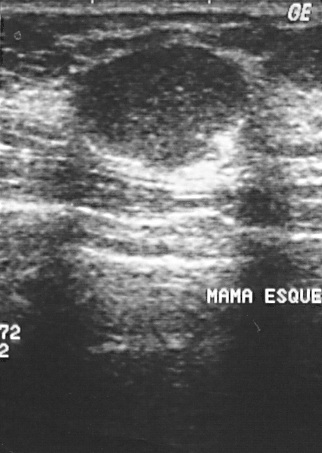
Imaging: breast ultrasound.
Breast ultrasound findings:
- BI-RADS assessment: 2
- confirmed outcome (biopsy or follow-up): malignant
- biopsy result: invasive ductal carcinoma